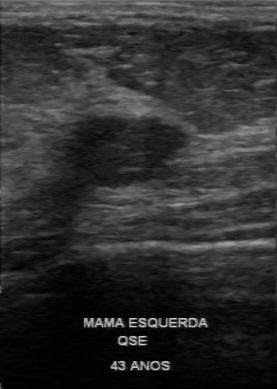
Acquired on GE Logiq 7 @10-14MHz. Imaging: breast ultrasound scan.
BI-RADS is 3. Confirmed outcome (biopsy or follow-up): benign.